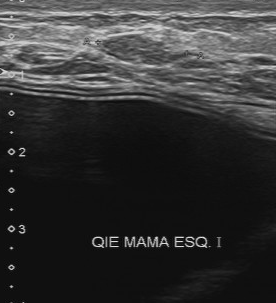
Modality: breast ultrasound image.
The breast lesion demonstrates BI-RADS assessment: 4, histopathology: hamartoma.